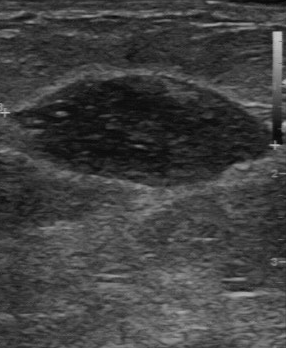
B-mode breast ultrasound.
BI-RADS 2 in the original read.
On a second read by an independent reader:
The breast lesion has a regular margin.
Boundary: clear.
Echo pattern: slightly hypoechoic.
Calcifications: none.
The biopsy result was mastitis; the breast lesion is benign.